Breast ultrasound image.
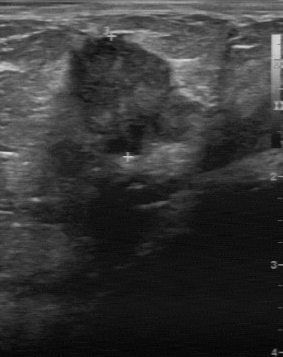
The breast lesion was categorized BI-RADS 5 in the original read. On a second, independent read, a breast lesion with an irregular margin and an unclear boundary is seen; it is slightly hypoechoic. No calcifications are seen. Pathology confirmed malignant invasive ductal carcinoma.